Imaging: breast ultrasound scan.
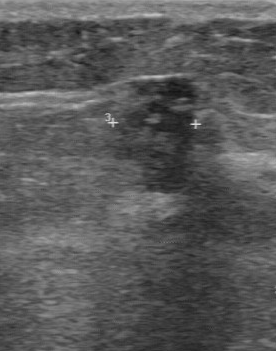
The biopsy result is fibroadenoma. Biopsy or follow-up result: benign. BI-RADS on independent re-read is 4B.